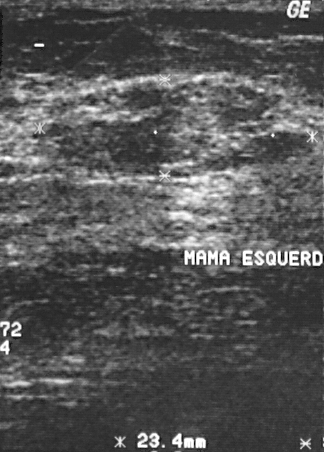
Modality: breast sonogram.
Assigned BI-RADS 3.
This finding proved benign on biopsy or follow-up.
Biopsy showed sclerosing adenosis, a benign finding.